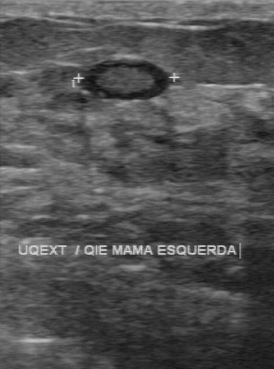
Scanner: GE Logiq 7 @10-14MHz. Modality: B-mode breast ultrasound.
Finding: lesion, benign on biopsy or follow-up. BI-RADS 2.